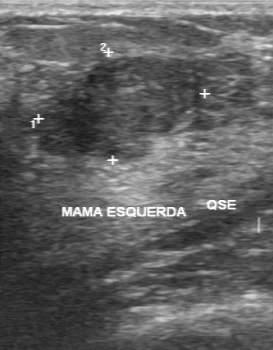
Modality: breast sonogram.
Pixel coordinates (x1, y1, x2, y2): Lesion region of interest: (27,56)-(207,161). The breast lesion is benign on biopsy or follow-up.